Breast sonogram.
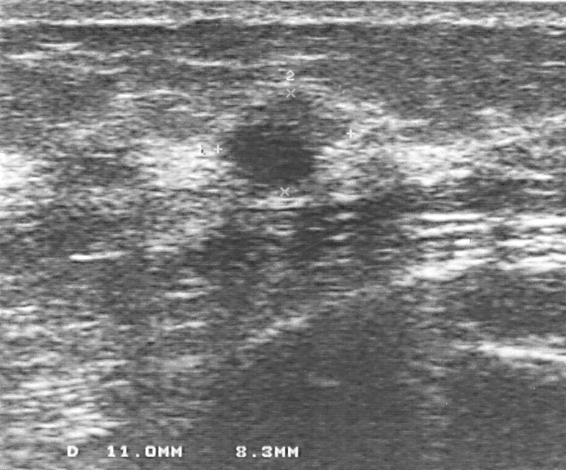
Finding: breast lesion, benign on biopsy or follow-up.